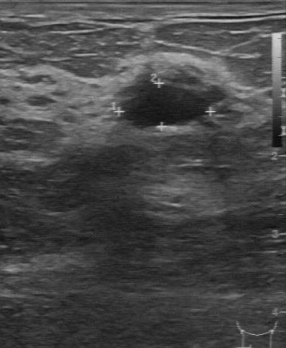
Modality: breast sonogram.
(coordinates in a 286x348 pixel frame) Lesion region of interest: (127,86)-(207,125). BI-RADS 2.